Imaging: breast US.
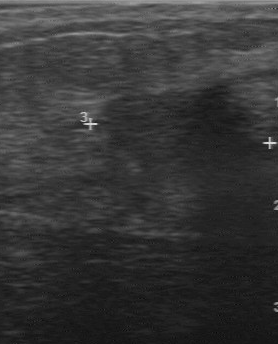
BI-RADS 4 in the original read. Findings on the second read (an independent reader): a hypoechoic mass, margin regular, boundary fairly clear. Calcifications: none. Pathology confirmed malignant invasive ductal carcinoma.